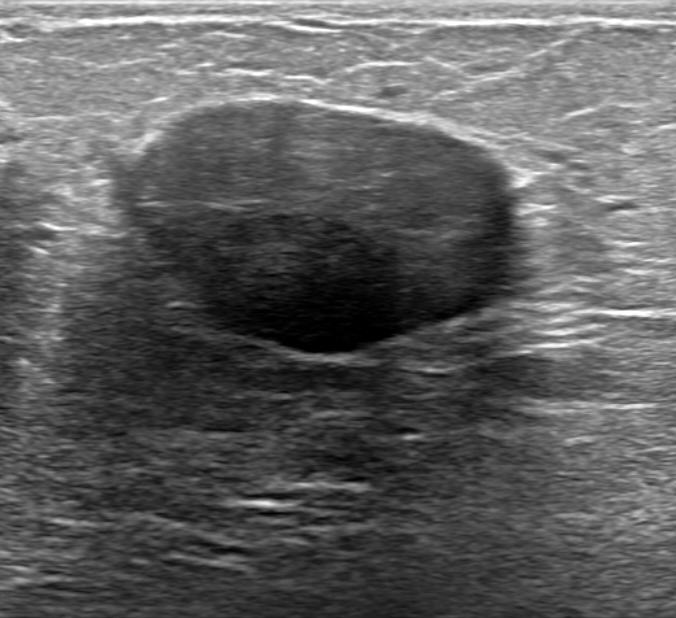
Imaging: breast ultrasound. Background tissue composition: lactating and homogeneous: fibroglandular.
It has an oval shape. Margins are not circumscribed, with indistinct features. Its echo pattern is hypoechoic. Posterior features: shadowing. No echogenic halo is seen. There are no calcifications. No skin thickening is seen. The finding was confirmed by follow-up care. Outcome on biopsy or follow-up: benign. Assigned BI-RADS 3.